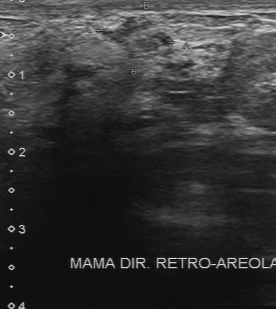
Imaging: B-mode breast ultrasound. Acquired on Toshiba Aplio 300 @12-14 MHz.
BI-RADS 4 in the original read; on a second read the margin is partially regular, the boundary fairly clear and the lesion heterogeneous. Biopsy showed fibrocystic changes, a benign finding.